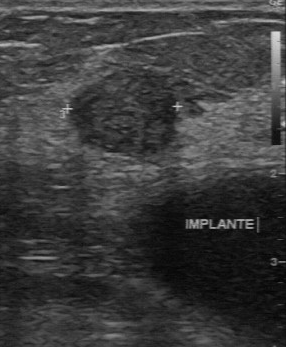
Modality: B-mode breast ultrasound.
Original-read BI-RADS category: 3. A second reader, independent of the original assessment, describes a slightly hypoechoic breast lesion with a regular margin; the boundary is clear. Pathology confirmed benign fibroadenoma.